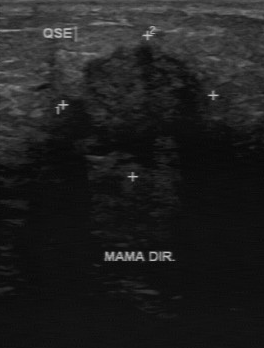
Scanner: GE Logiq 7 @10-14MHz. Breast sonogram.
The mass was assessed as BI-RADS 4 by the original reader. On a second, independent read, a mass with an irregular margin and an unclear boundary is seen; it is hypoechoic. Calcifications: none. Histopathology: invasive ductal carcinoma (malignant).